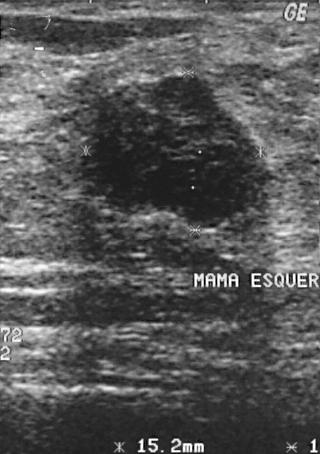
Modality: breast ultrasound.
Segment the breast lesion: bounding box (80,75)-(265,225). BI-RADS 4.